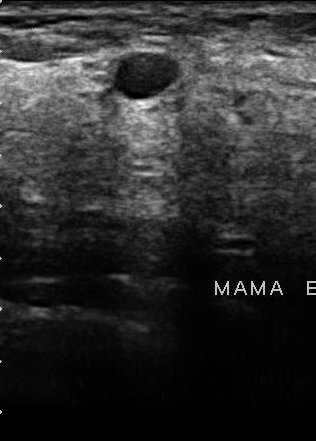
Breast ultrasound image.
The mass occupies approximately top-left (114, 52), bottom-right (178, 98). The mass is benign on biopsy or follow-up.